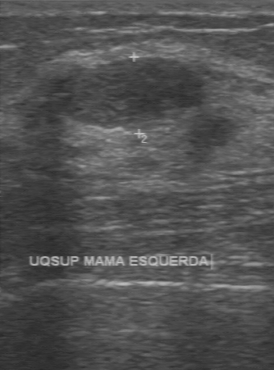
Modality: breast sonogram.
- BI-RADS: 2